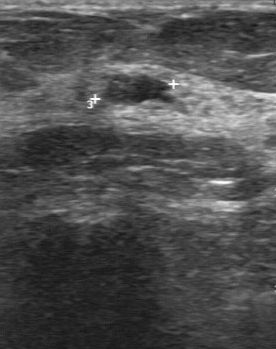
Modality: breast ultrasound. Acquired on GE Logiq 7 @10-14MHz.
Lesion: benign on biopsy or follow-up.